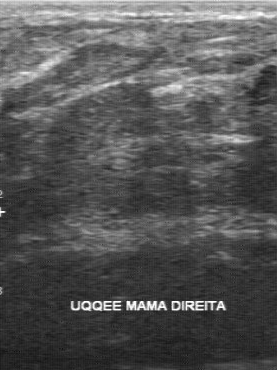
Acquired on GE Logiq 7 @10-14MHz. Modality: B-mode breast ultrasound.
Lesion characteristics:
- calcifications: absent
- boundary: somewhat unclear
- echo pattern: isoechoic
- contour: regular
- outcome on biopsy or follow-up: benign